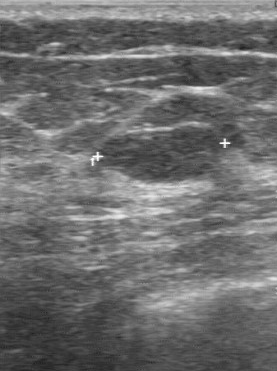
Modality: breast US.
FINDINGS: Biopsy result: fibroadenoma. Lesion boundary: clear. Lesion margin: regular. Calcifications: absent. Echo pattern: hypoechoic.